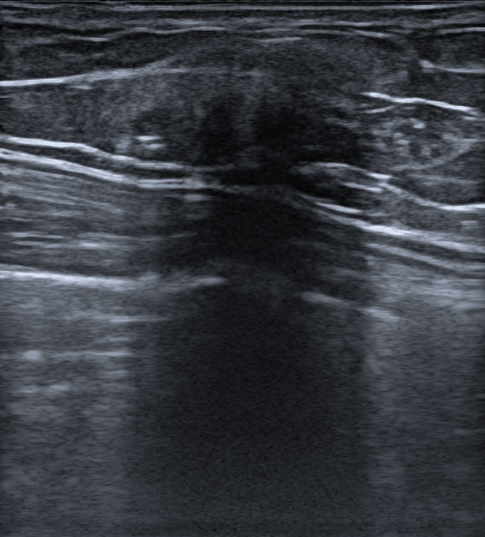
Breast US.
The lesion is irregular and heterogeneous; its margin is not circumscribed (indistinct). Posterior shadowing is present. Echogenic halo: present. BI-RADS 4B; outcome on biopsy or follow-up: benign. Biopsy result: Mastitis.